Imaging: breast ultrasound.
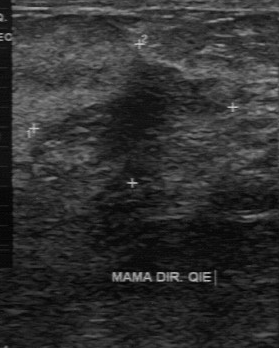
BI-RADS 4 in the original read. The following findings are from a second reader, independent of the original assessment. The mass is slightly hypoechoic. The lesion boundary is unclear. No calcifications are seen. The margin is irregular. Biopsy showed fibrocystic changes, a benign finding.